Modality: breast US.
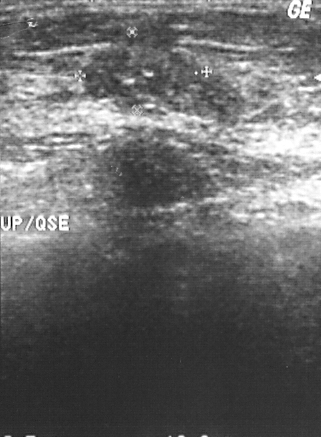
Biopsy or follow-up result: malignant. Biopsy showed mucinous carcinoma. The finding is assessed as BI-RADS 2.